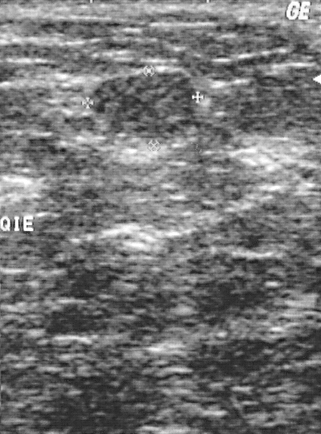
Imaging: B-mode breast ultrasound.
B-mode breast ultrasound findings:
- confirmed outcome (biopsy or follow-up): benign
- BI-RADS: 2